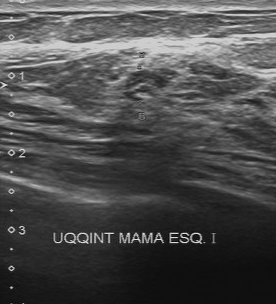
Acquired on Toshiba Aplio 300 @12-14 MHz. Modality: breast US.
The breast lesion was categorized BI-RADS 4 in the original read. The following findings are from a second reader, independent of the original assessment. The lesion boundary is clear. Internally the breast lesion is slightly hypoechoic. The margin is regular. The biopsy result was hyperplasia; the breast lesion is benign.